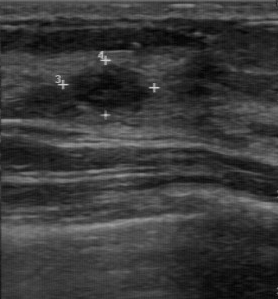
Modality: B-mode breast ultrasound.
Finding: mass, benign on biopsy or follow-up.